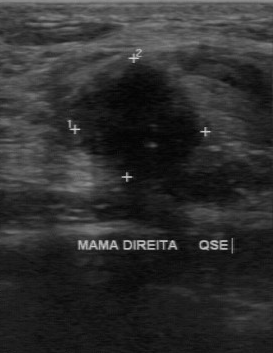
Breast ultrasound scan.
BI-RADS 4 in the original read; on a second read the margin is irregular, the boundary unclear and the breast lesion hypoechoic. Pathology confirmed malignant invasive lobular carcinoma.